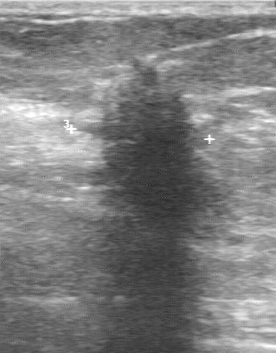
Acquired on GE Logiq 7 @10-14MHz. Breast ultrasound image.
The lesion is malignant on biopsy or follow-up.